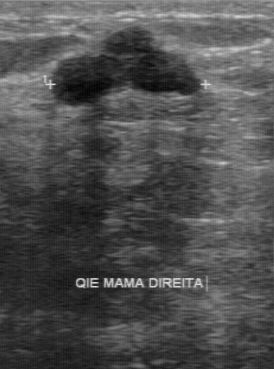
Modality: breast US. Scanner: GE Logiq 7 @10-14MHz.
BI-RADS: 3.
OUTCOME ON BIOPSY OR FOLLOW-UP: benign.